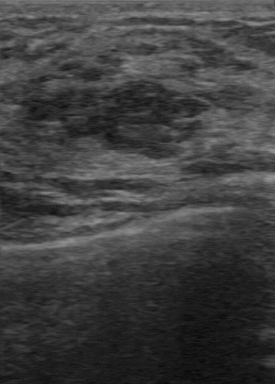
Scanner: GE Logiq 7 @10-14MHz. Modality: B-mode breast ultrasound.
Lesion characteristics:
- lesion margin: regular
- boundary: clear
- internal echoes: hypoechoic
- BI-RADS (second read): 3
- calcifications: absent